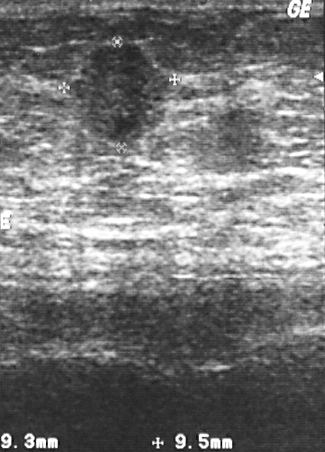
Imaging: breast ultrasound image.
Biopsy showed invasive ductal carcinoma, a malignant finding. This mass proved malignant on biopsy or follow-up. Assigned BI-RADS 4.